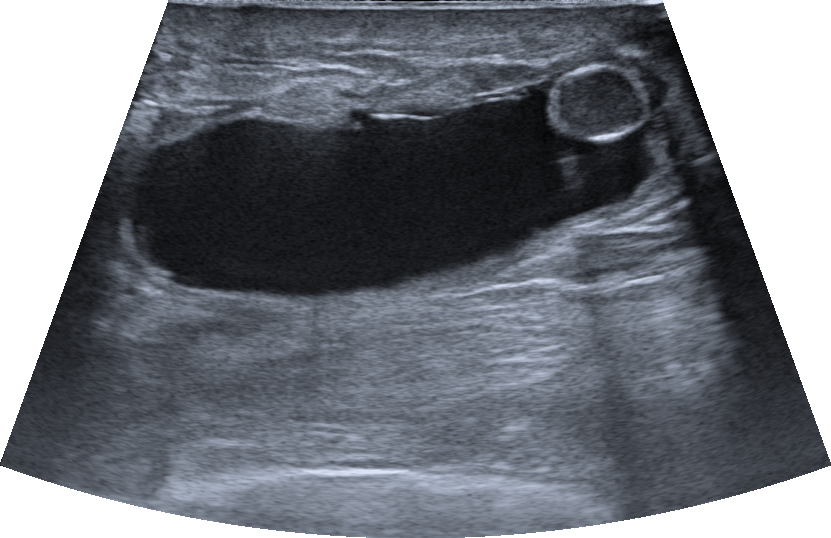
Patient age: 64. Imaging: breast ultrasound image.
The finding is oval and anechoic; its margin is circumscribed. There is posterior acoustic enhancement. Echogenic halo: absent. Skin thickening is present. BI-RADS 2; benign on biopsy or follow-up. Verification: follow-up care.